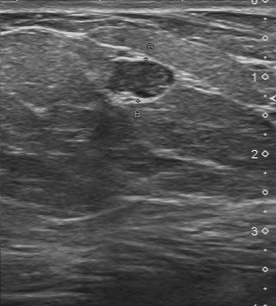
Acquired on Toshiba Aplio 300 @12-14 MHz. Imaging: breast ultrasound.
Pixel coordinates (x1, y1, x2, y2): The lesion occupies approximately x1=108, y1=61, x2=173, y2=97.